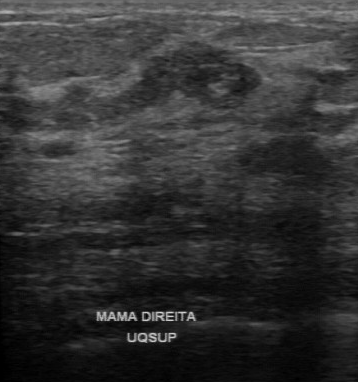
Modality: breast ultrasound.
BI-RADS 4 in the original read. The following findings are from a second reader, independent of the original assessment. The breast lesion has an irregular margin. The lesion boundary is unclear. The breast lesion is heterogeneous. Calcifications: none. Biopsy showed invasive ductal carcinoma, a malignant finding.